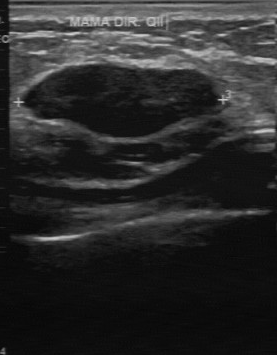
B-mode breast ultrasound. Acquired on GE Logiq 7 @10-14MHz.
Histopathology: fibroadenoma. BI-RADS assessment: 3.